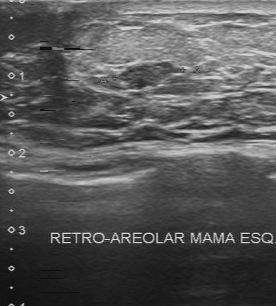
Imaging: breast ultrasound image. Acquired on Toshiba Aplio 300 @12-14 MHz.
Lesion: benign on biopsy or follow-up.